Modality: breast US.
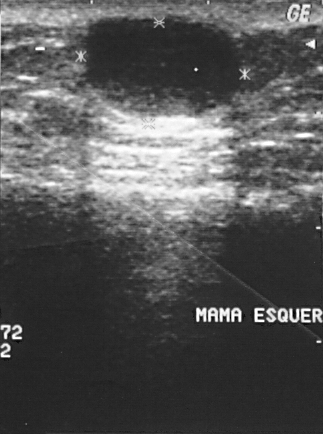
A lesion is seen with BI-RADS category: 2, outcome on biopsy or follow-up: benign.